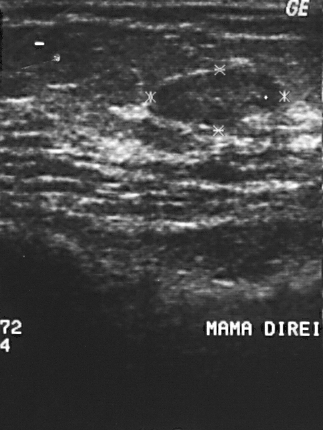
Imaging: breast ultrasound.
Pathology confirmed fibroadenoma. BI-RADS assessment: 2. Outcome on biopsy or follow-up: benign.